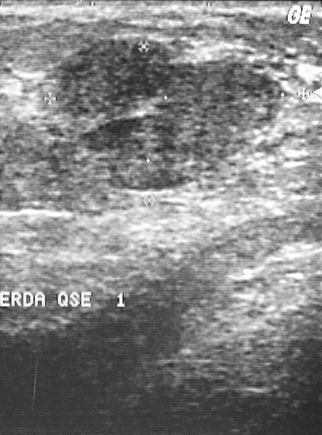
Breast ultrasound image. Scanner: GE Logiq 5 @10-12MHz.
Pixel coordinates (x1, y1, x2, y2): Mass bounding box: x1=55, y1=37, x2=282, y2=190.